Acquired on GE Logiq 5 @10-12MHz. Breast ultrasound image.
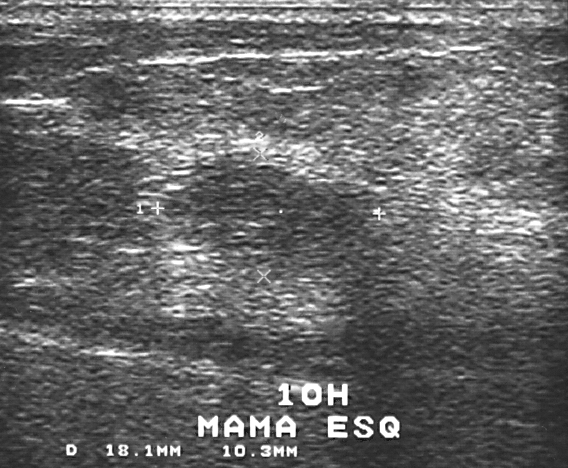
(coordinates in a 568x468 pixel frame) Lesion region of interest: (163,165)-(365,282). The finding is malignant on biopsy or follow-up.